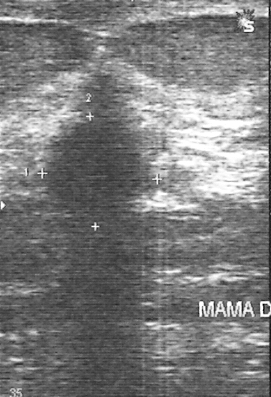
Imaging: breast ultrasound. Acquired on GE Logiq 5 @10-12MHz.
A lesion is present on this breast ultrasound. It was assessed as BI-RADS 5. The biopsy result was invasive ductal carcinoma; the lesion is malignant.